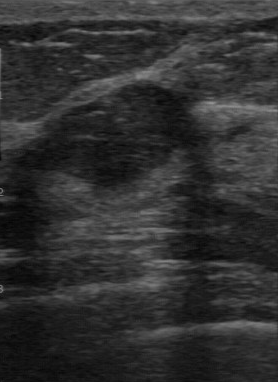
Modality: breast sonogram. Scanner: GE Logiq 7 @10-14MHz.
Biopsy or follow-up result: benign.